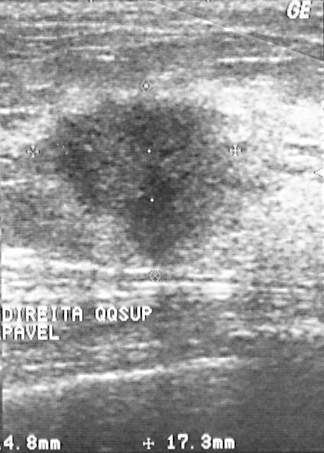
Modality: B-mode breast ultrasound.
This B-mode breast ultrasound shows a finding, malignant on biopsy or follow-up. (BI-RADS category 4.)